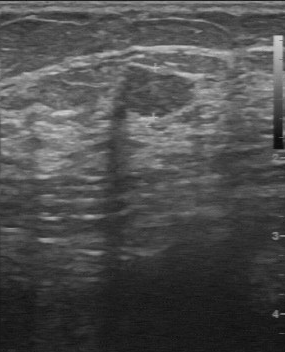
Acquired on GE Logiq 7 @10-14MHz. Modality: breast ultrasound.
The original reader assigned BI-RADS 4.
A second, independent read describes the mass as follows.
The margin is regular.
Boundary: clear.
The mass is slightly hypoechoic.
There are no calcifications.
Histopathology: fibroadenoma (benign).